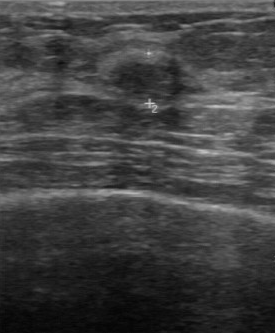
Breast ultrasound. Scanner: GE Logiq 7 @10-14MHz.
Lesion boundary: clear. The lesion margin is regular. There are no calcifications. Internal echoes: hypoechoic. The outcome on biopsy or follow-up is benign.